65-year-old patient. Background tissue composition: heterogeneous: predominantly fat. Modality: breast ultrasound image.
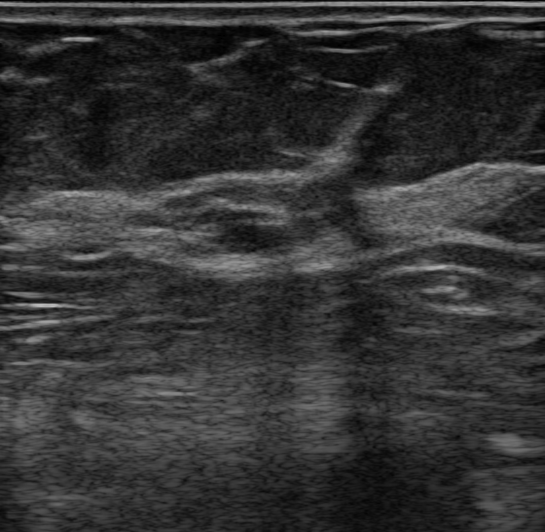
Mass: benign on biopsy or follow-up.